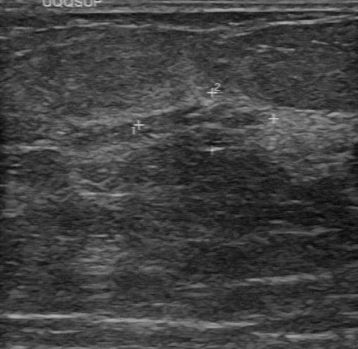
Modality: breast ultrasound scan.
Calcifications are absent. The boundary is fairly clear. The contour is partially regular. The echogenicity is slightly hypoechoic.